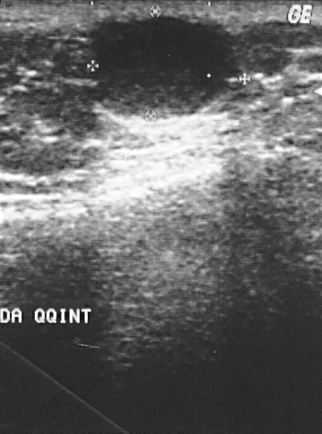
Breast sonogram.
A finding is present on this breast sonogram. Assessment: BI-RADS 2. Biopsy showed cyst, a benign finding.